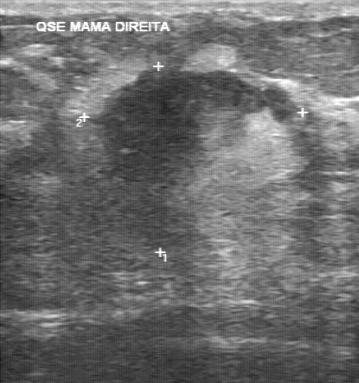
Breast US.
(coordinates in a 359x383 pixel frame) Segment the finding: bounding box [85, 69, 327, 278]. The finding is malignant on biopsy or follow-up.